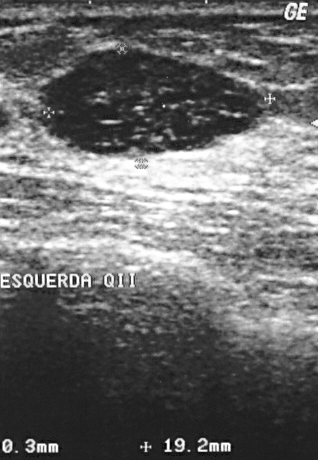
Imaging: breast ultrasound image. Acquired on GE Logiq 5 @10-12MHz.
The finding is located within the bounding box x1=46, y1=47, x2=261, y2=156. The finding is benign on biopsy or follow-up. BI-RADS 2.